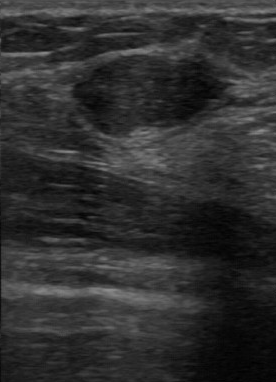
Modality: breast ultrasound.
Lesion characteristics:
- confirmed outcome (biopsy or follow-up): benign
- BI-RADS category: 2